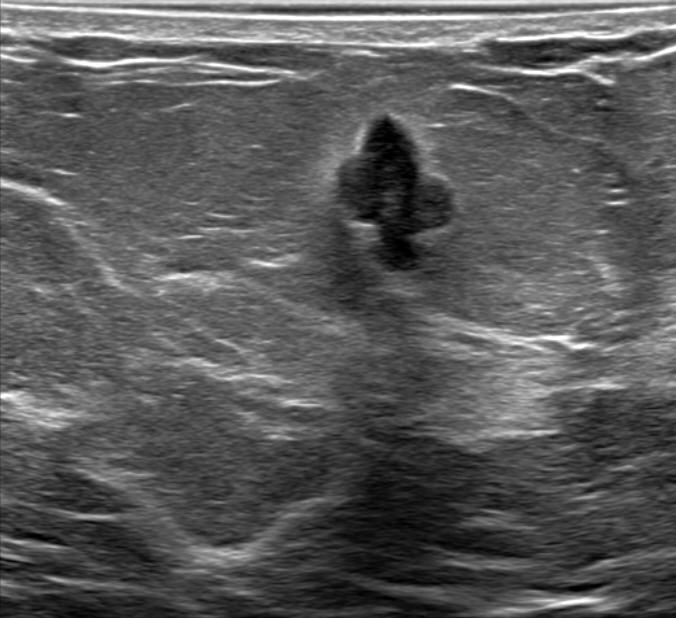
Imaging: breast ultrasound. Background echotexture is heterogeneous: predominantly fat.
BI-RADS category: 5. Radiologist impression is Suspicion of malignancy. Borders are circumscribed. Lesion shape is irregular. Echogenic halo: present. There are no calcifications. The echotexture is hypoechoic.